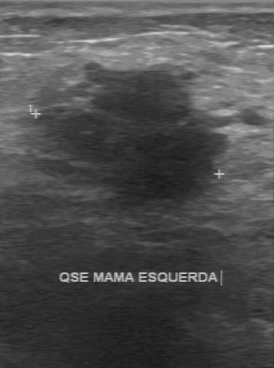
Breast ultrasound.
Biopsy or follow-up result: malignant.